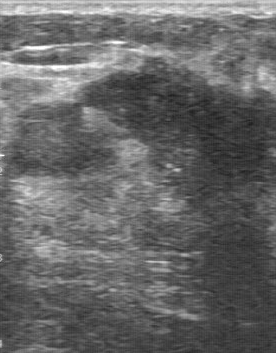
Imaging: breast US.
Coordinates are pixels in the 276x353 image. Segment the mass: bounding box (9, 59) to (261, 318). The mass is malignant on biopsy or follow-up.